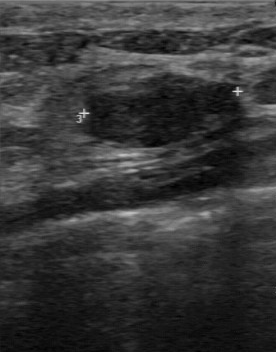
Scanner: GE Logiq 7 @10-14MHz. Breast ultrasound image.
Outcome on biopsy or follow-up: benign. (BI-RADS category 3.)